Modality: breast sonogram.
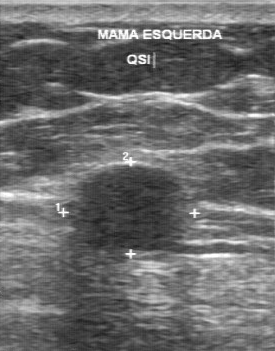
Biopsy or follow-up result: benign. (BI-RADS category 2.)